Breast US.
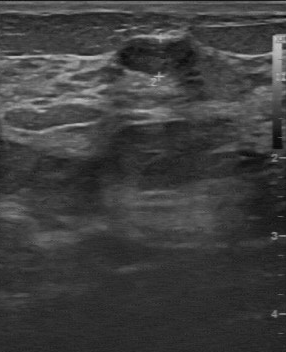
The finding was assessed as BI-RADS 3 by the original reader. A second reader, independent of the original assessment, describes a slightly hypoechoic finding with a regular margin; the boundary is clear. Calcifications: none. Biopsy showed fibroadenoma, a benign finding.